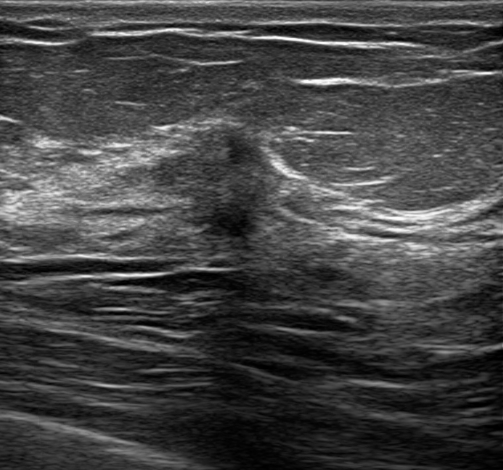
Breast ultrasound image. 48-year-old patient.
The finding is irregular in shape. Margin: not circumscribed, indistinct. Internally the finding is heterogeneous. No posterior acoustic features are seen. No echogenic halo is seen. No calcifications are seen. Skin thickening: none. BI-RADS assessment: 4C. Biopsy or follow-up result: malignant. Biopsy result: Invasive carcinoma of no special type (NST).